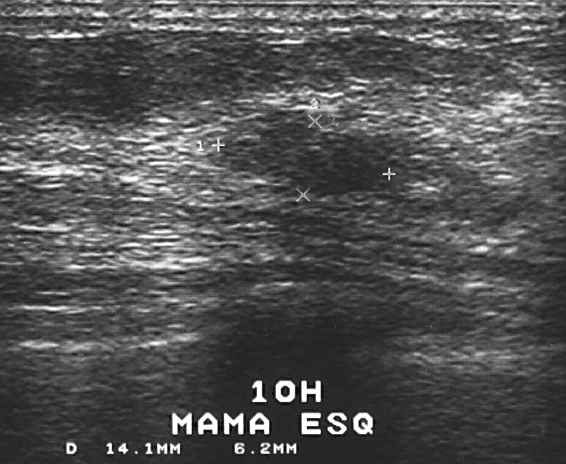
Imaging: breast ultrasound image.
Coordinates are pixels in the 566x464 image. The finding occupies approximately top-left (213, 121), bottom-right (375, 197). BI-RADS 3.